Modality: breast ultrasound scan.
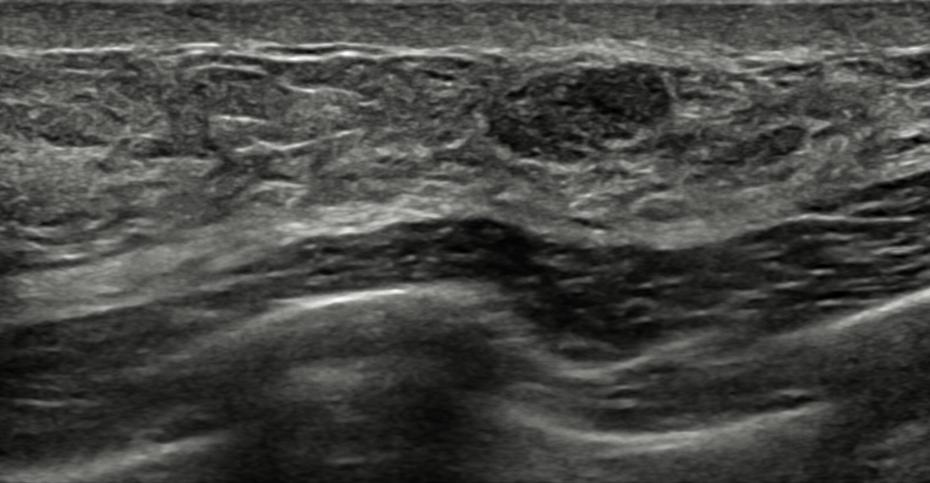
This breast ultrasound scan shows a mass with echogenic halo: absent, complex cystic/solid echogenicity, oval lesion shape, circumscribed borders, skin thickening: none, BI-RADS: 4A, posterior acoustic features: enhancement, calcifications: in a mass.